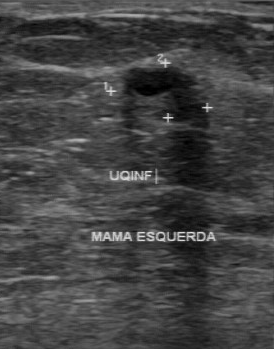
Imaging: breast ultrasound image.
The original reader assigned BI-RADS 4. Findings on the second read (an independent reader): a finding of mixed cystic and solid echotexture, margin regular, boundary clear. Calcifications: none. Histopathology: intraductal papilloma (benign).